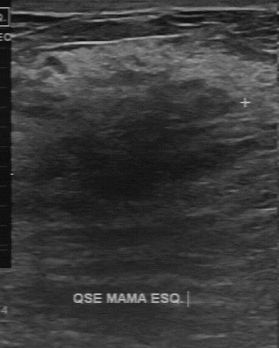
Imaging: B-mode breast ultrasound.
The finding is benign on biopsy or follow-up. (BI-RADS category 4.)